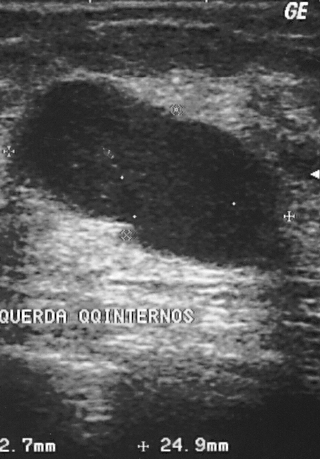
Breast US. Acquired on GE Logiq 5 @10-12MHz.
Breast US findings:
- BI-RADS assessment: 2
- biopsy result: cyst